Modality: breast US.
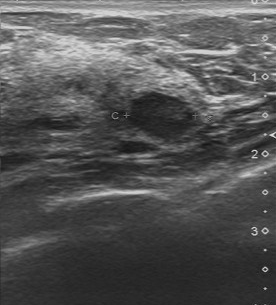
Original-read BI-RADS category: 3. On a second read by an independent reader: The lesion is hypoechoic. The lesion has a regular margin. Boundary: clear. Calcifications: none. The biopsy result was fibrocystic changes; the lesion is benign.